Breast ultrasound scan.
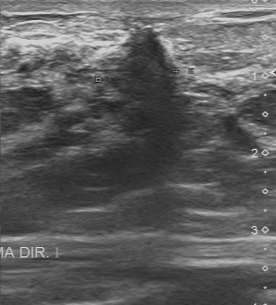
(coordinates in a 276x305 pixel frame) Segment the finding: bounding box 108 27 177 105.